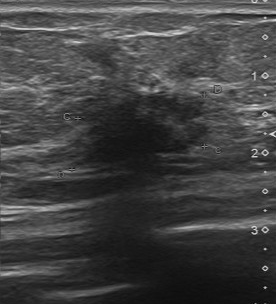
Acquired on Toshiba Aplio 300 @12-14 MHz. B-mode breast ultrasound.
The lesion demonstrates second-reader BI-RADS: 4B, BI-RADS (first reader): 5.